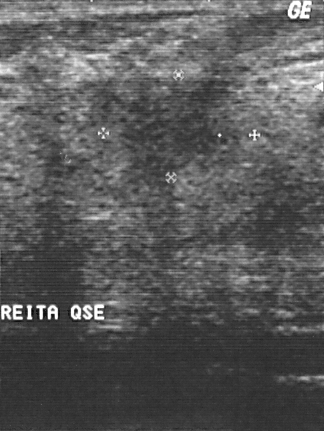
Imaging: breast sonogram.
This breast sonogram shows a finding. It was assessed as BI-RADS 4. The biopsy result was invasive ductal carcinoma; the finding is malignant.